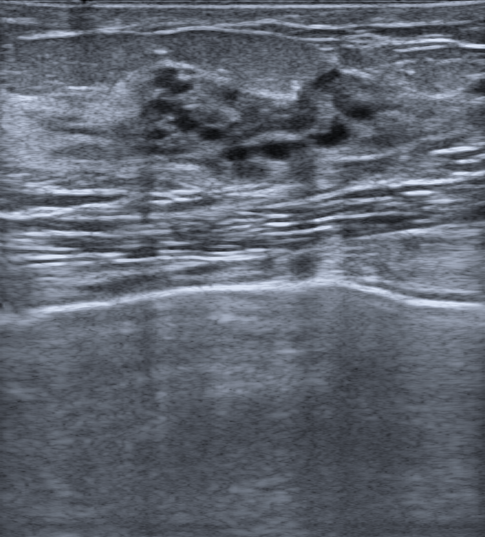
Breast sonogram. 31-year-old patient.
This breast sonogram shows a lesion, benign on biopsy or follow-up. (BI-RADS category 4A.)